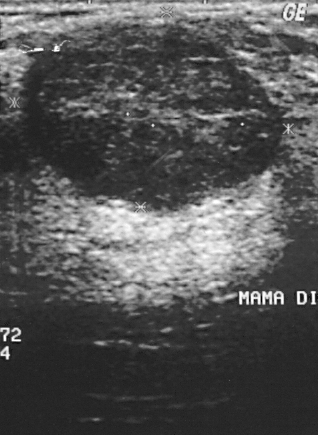
Breast ultrasound.
A breast lesion is present on this breast ultrasound. It was assessed as BI-RADS 2. Pathology confirmed benign fibroadenoma.